Modality: breast sonogram.
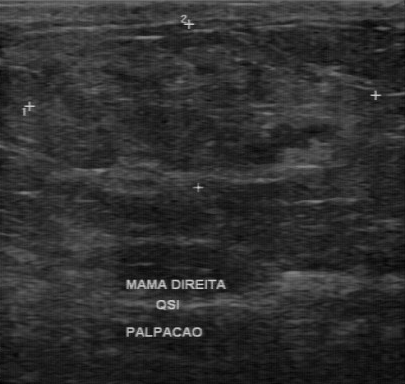
The breast lesion was assessed as BI-RADS 3 by the original reader. On a second, independent read, a breast lesion with a regular margin and a clear boundary is seen; it is hypoechoic. Calcifications: none. Pathology confirmed benign hamartoma.